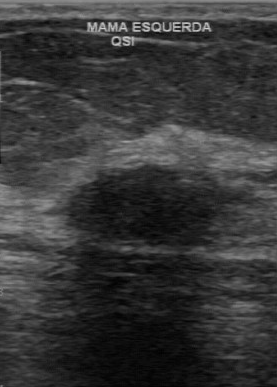
Modality: breast sonogram. Scanner: GE Logiq 7 @10-14MHz.
Lesion characteristics:
- confirmed outcome (biopsy or follow-up): benign
- BI-RADS: 3